Modality: breast US.
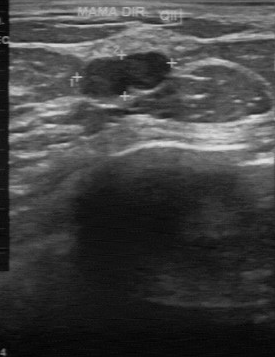
Outcome on biopsy or follow-up: benign.